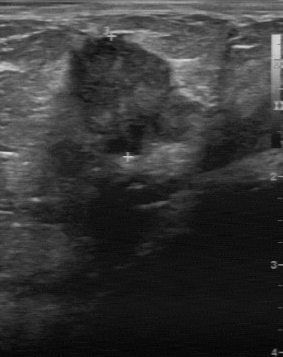
Imaging: breast sonogram.
The boundary is unclear. Histopathology: invasive ductal carcinoma. Echogenicity: slightly hypoechoic. Calcifications are absent. Biopsy or follow-up result: malignant. Contour is irregular.